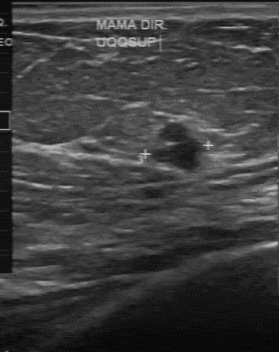
Imaging: breast ultrasound image.
BI-RADS 2 in the original read. A second reader, independent of the original assessment, describes a hypoechoic breast lesion with a partially regular margin; the boundary is fairly clear. Calcifications: none. Biopsy showed cyst, a benign finding.